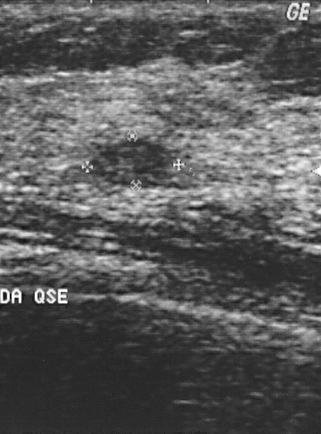
Scanner: GE Logiq 5 @10-12MHz. Modality: B-mode breast ultrasound.
This B-mode breast ultrasound shows a lesion. Assessment: BI-RADS 2. The biopsy result was fibroadenoma; the lesion is benign.